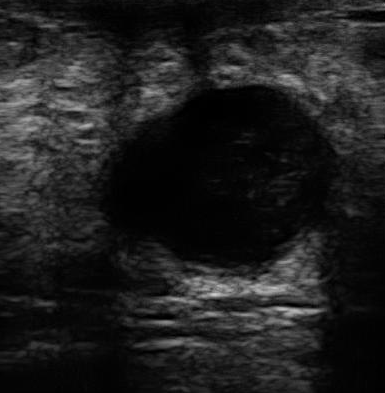
B-mode breast ultrasound.
Original-read BI-RADS category: 2. On a second, independent read, a breast lesion with a regular margin and a fairly clear boundary is seen; it is hypoechoic. There are no calcifications. Pathology confirmed benign cyst.